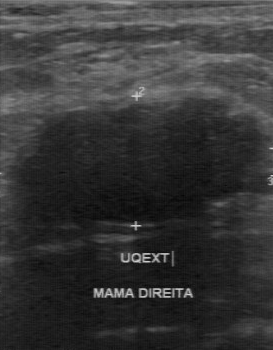
Imaging: breast ultrasound scan.
The lesion was assessed as BI-RADS 4 by the original reader.
On a second read by an independent reader:
There are no calcifications.
Its boundary is somewhat unclear.
Internally the lesion is hypoechoic.
The margin is regular.
Histopathology: fibroadenoma (benign).